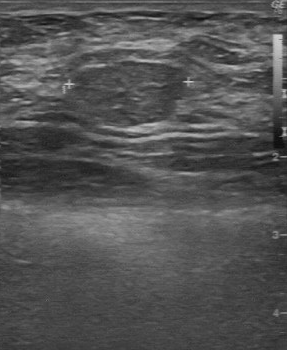
Scanner: GE Logiq 7 @10-14MHz. Modality: B-mode breast ultrasound.
BI-RADS category: 2.
OUTCOME ON BIOPSY OR FOLLOW-UP: benign.